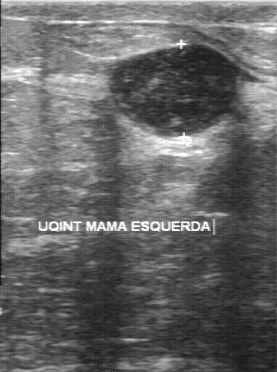
Breast ultrasound image.
Internal echoes: hypoechoic. Lesion boundary: clear. Calcifications: suspected. Outcome on biopsy or follow-up: benign. Contour: regular.
OUTCOME ON BIOPSY OR FOLLOW-UP: benign.